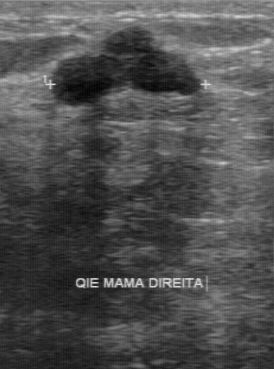
Modality: B-mode breast ultrasound.
BI-RADS 3 in the original read. The following findings are from a second reader, independent of the original assessment. Margin: regular. Boundary: clear. The mass is hypoechoic. Calcifications: none. Biopsy showed fibroadenoma, a benign finding.